Modality: breast sonogram. Acquired on GE Logiq 5 @10-12MHz.
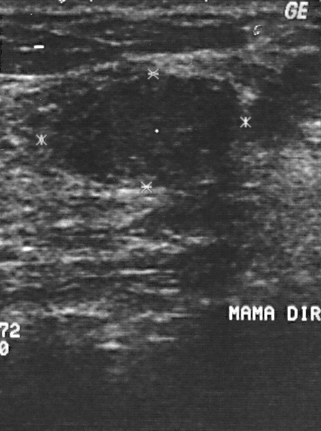
BI-RADS assessment: 2.
Histopathology: fibrocystic changes (benign).
Outcome on biopsy or follow-up: benign.